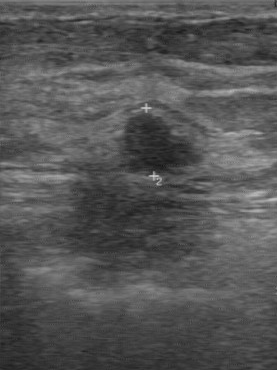
Modality: breast sonogram.
Biopsy or follow-up result: benign.